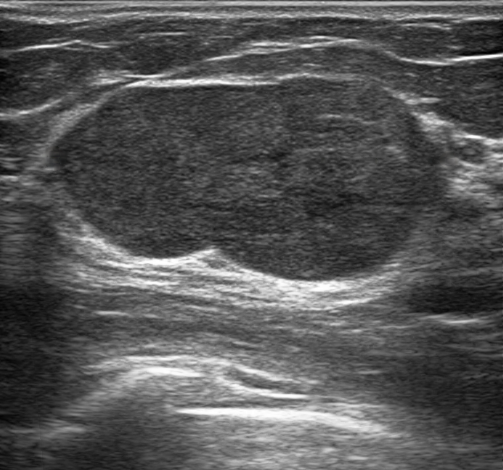
Imaging: breast ultrasound image. 23-year-old patient.
FINDINGS: Outcome on biopsy or follow-up: benign. Borders: circumscribed. Skin thickening: none. BI-RADS category: 3. Verification: confirmed by biopsy. Posterior features: enhancement. Calcifications: absent. Echogenicity: isoechoic. Echogenic halo: none. Biopsy result: Phyllodes tumor.
OUTCOME ON BIOPSY OR FOLLOW-UP: benign.